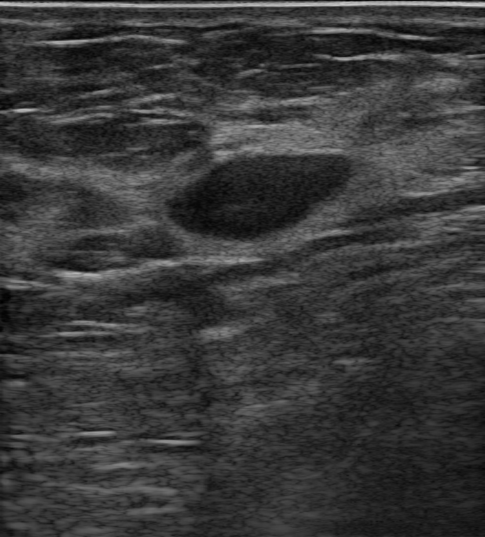
Modality: breast sonogram.
The BI-RADS assessment is 3. Lesion shape: oval. Differential: Complex cyst / Non-simple cyst; Cyst filled with thick fluid; Fibroadenoma. Echo pattern is hypoechoic. The borders are circumscribed. There are no calcifications. Posterior acoustic features: none. Skin thickening: absent.